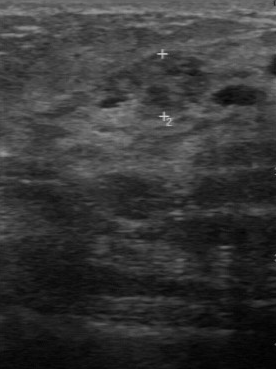
Breast ultrasound scan.
Original-read BI-RADS category: 4. A second reader, independent of the original assessment, describes a heterogeneous finding with a partially regular margin; the boundary is fairly clear. Histopathology: invasive ductal carcinoma (malignant).